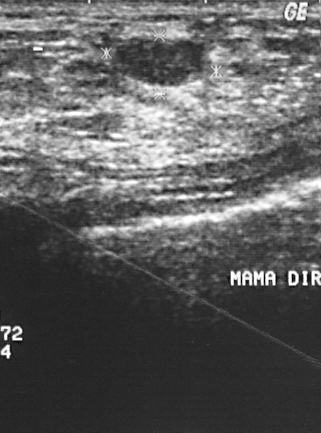
Imaging: breast sonogram.
A lesion is present on this breast sonogram. It was assessed as BI-RADS 2. The biopsy result was fibroadenoma; the lesion is benign.